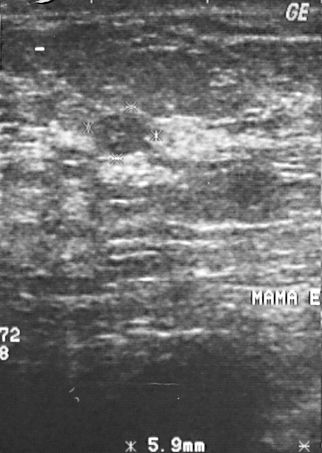
Modality: breast ultrasound. Acquired on GE Logiq 5 @10-12MHz.
BI-RADS category 2.
Biopsy showed cyst, a benign finding.
The lesion is benign on biopsy or follow-up.